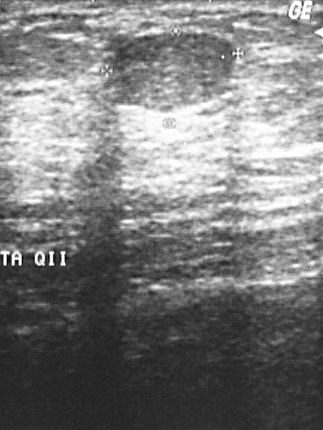
Breast US.
Outcome on biopsy or follow-up: benign. BI-RADS category 2. Biopsy showed fibroadenoma.